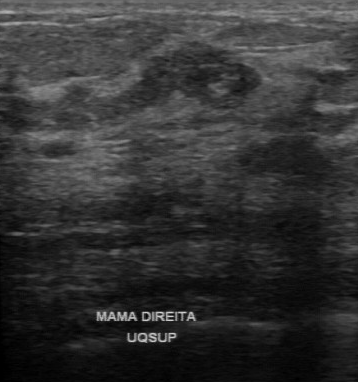
Imaging: breast ultrasound scan. Scanner: GE Logiq 7 @10-14MHz.
FINDINGS: Confirmed outcome (biopsy or follow-up): malignant. Lesion boundary: unclear. BI-RADS (first reader): 4. Echo pattern: heterogeneous. BI-RADS (second read): 4A. Calcifications: absent.
OUTCOME ON BIOPSY OR FOLLOW-UP: malignant.